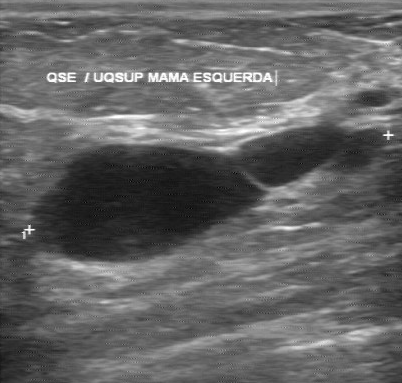
Modality: breast sonogram.
The BI-RADS category is 2. Confirmed outcome (biopsy or follow-up) is benign. Biopsy result: cyst.